Breast ultrasound image. Scanner: GE Logiq 7 @10-14MHz.
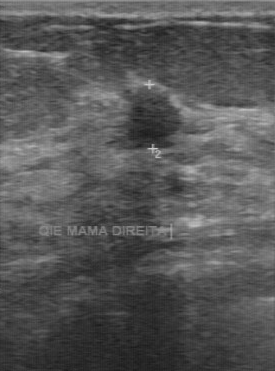
Coordinates are pixels in the 275x371 image. Segment the mass: bounding box x1=126, y1=84, x2=184, y2=140. The mass is benign on biopsy or follow-up.